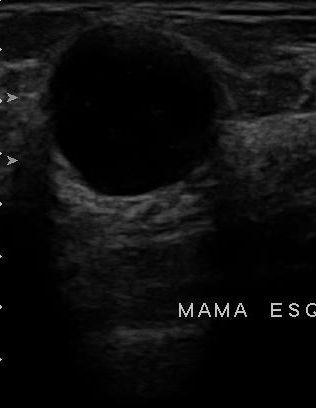
Breast sonogram.
This breast sonogram shows a finding with hypoechoic internal echoes, BI-RADS on independent re-read: 4A, regular contour, calcifications: absent.